Acquired on GE Logiq 7 @10-14MHz. Imaging: B-mode breast ultrasound.
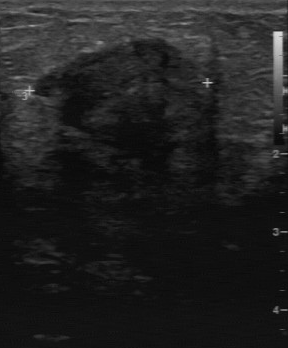
A mass is seen with original BI-RADS: 4, slightly hypoechoic echo pattern, independent BI-RADS assessment: 4A, irregular lesion margin, calcifications: absent.